Imaging: breast ultrasound image.
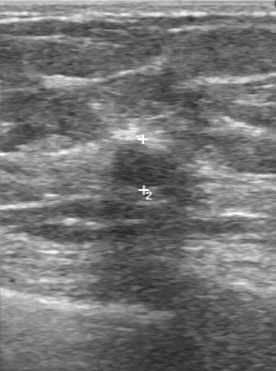
Mass: benign on biopsy or follow-up.